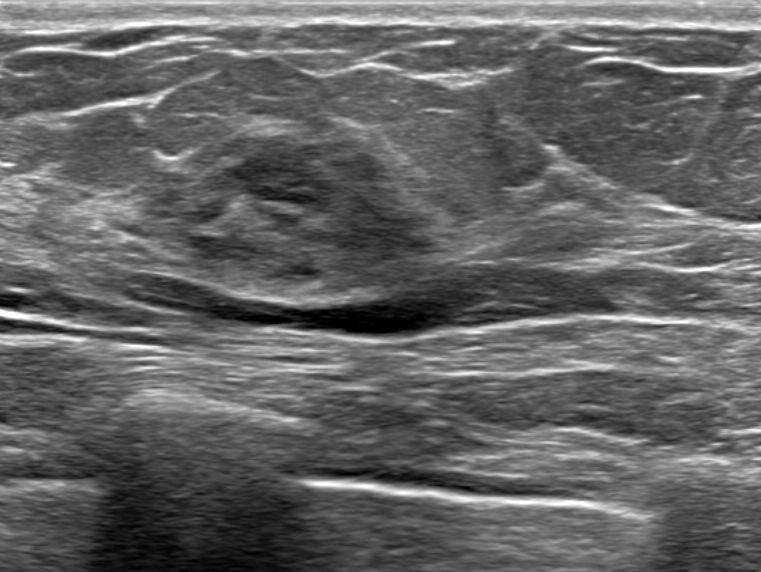
Breast sonogram.
Pixel coordinates (x1, y1, x2, y2): Segment the finding: bounding box (151, 124) to (444, 301). BI-RADS 4A.